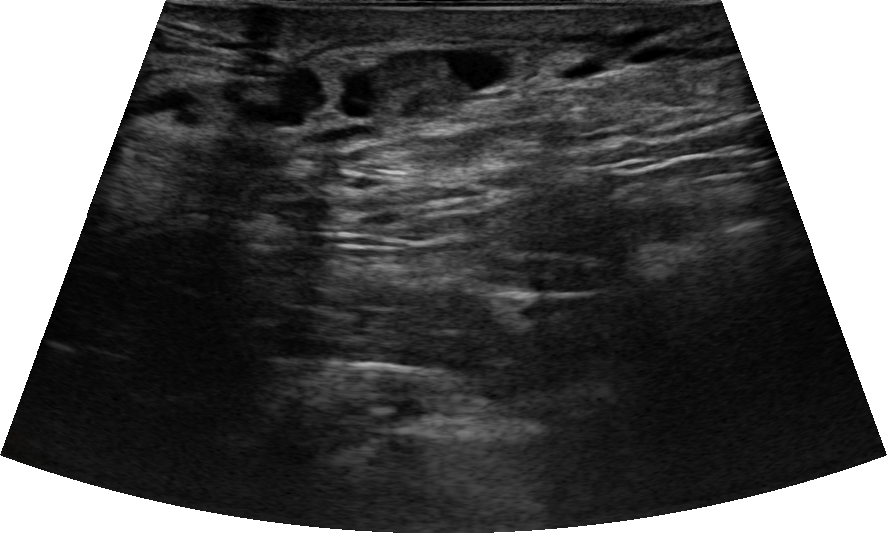
Modality: breast ultrasound image.
An oval, hyperechoic mass with a circumscribed margin is seen. There are no posterior acoustic features. No calcifications are seen. BI-RADS assessment: 4A; biopsy or follow-up result: benign. Radiologic interpretation: Duct filled with thick fluid; Mammary duct ectasia; Intraductal papilloma. Histopathology: Intraductal papilloma.